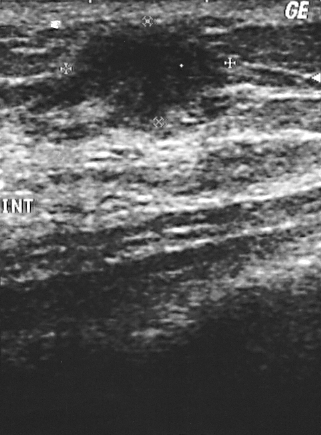
Modality: breast ultrasound.
A finding is seen. It was assessed as BI-RADS 3. Histopathology: invasive ductal carcinoma (malignant).